Breast ultrasound scan.
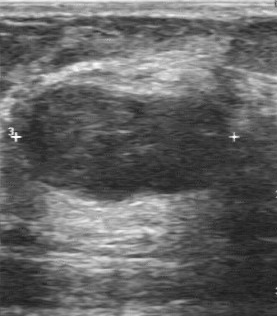
The finding demonstrates calcifications: absent, BI-RADS on independent re-read: 3, hypoechoic internal echoes, pathology: fibroadenoma.